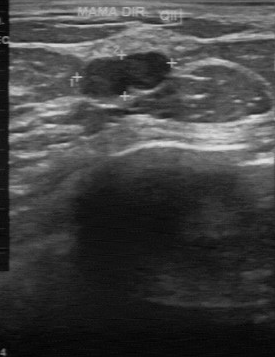
Modality: B-mode breast ultrasound.
Lesion characteristics:
- pathology: cyst
- BI-RADS assessment: 2
- outcome on biopsy or follow-up: benign